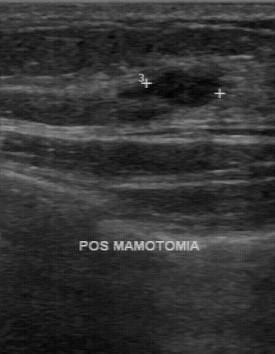
Scanner: GE Logiq 7 @10-14MHz. Breast ultrasound image.
The finding demonstrates outcome on biopsy or follow-up: benign, BI-RADS category: 4.